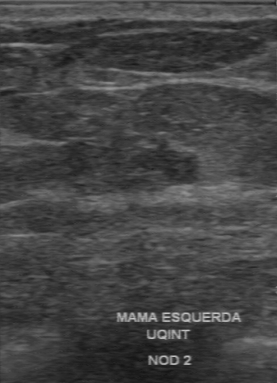
Breast ultrasound.
Independent BI-RADS assessment: 3. Lesion boundary: somewhat unclear. Confirmed outcome (biopsy or follow-up): malignant. BI-RADS (first reader): 3.